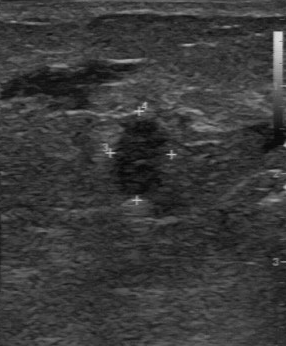
Breast ultrasound scan.
- biopsy or follow-up result: malignant
- BI-RADS assessment: 4